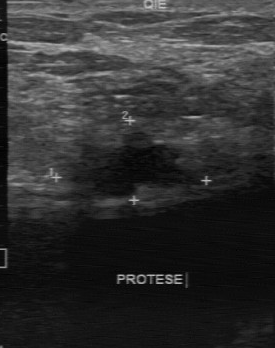
Modality: breast ultrasound image.
This breast ultrasound image shows a mass, benign on biopsy or follow-up. (BI-RADS category 4.)